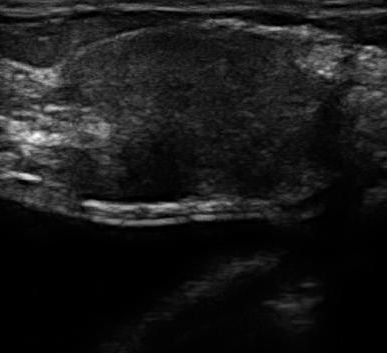
Breast sonogram.
The lesion demonstrates irregular margin, second-reader BI-RADS: 4A, biopsy result: invasive ductal carcinoma, unclear boundary, slightly hypoechoic echo pattern.